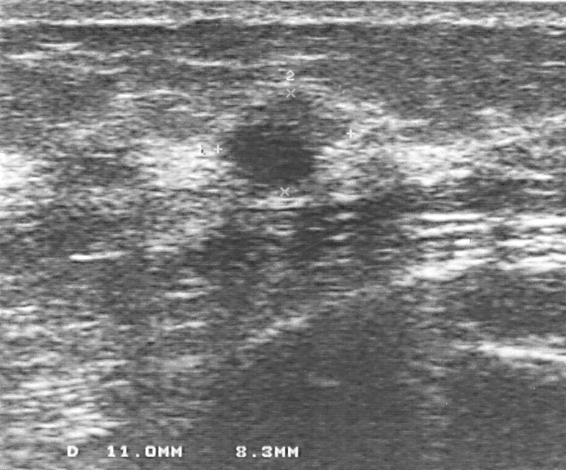
Modality: breast ultrasound scan. Scanner: GE Logiq 5 @10-12MHz.
Lesion characteristics:
- pathology: fibroadenoma
- BI-RADS: 3